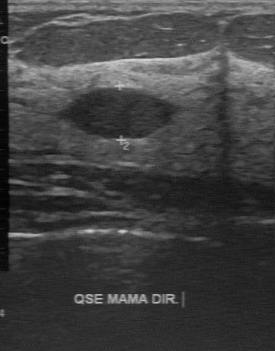
Breast ultrasound. Scanner: GE Logiq 7 @10-14MHz.
Coordinates are pixels in the 275x351 image. Lesion region of interest: (67,89)-(171,138).